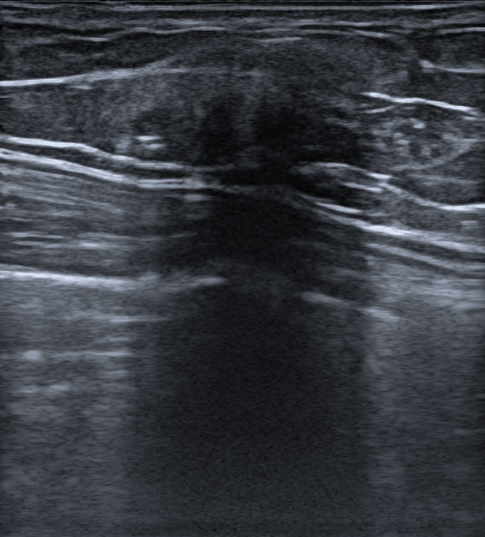
Breast US. Background tissue composition: lactating and homogeneous: fibroglandular. Age 32.
BI-RADS is 4B. Lesion margin: not circumscribed - indistinct. Outcome on biopsy or follow-up is benign. The posterior acoustic features are shadowing. Echogenic halo is present. The differential is Suspicion of malignancy; Mastitis. Calcifications: absent.